Modality: breast US.
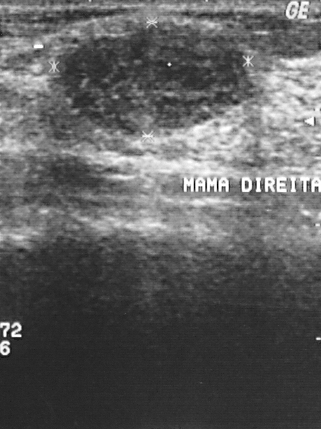
This breast US shows a finding. Assessment: BI-RADS 2. Pathology confirmed benign fibroadenoma.